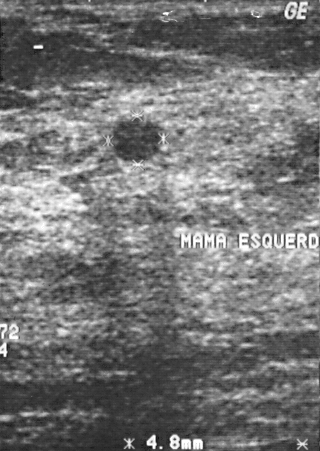
Acquired on GE Logiq 5 @10-12MHz. Breast ultrasound.
- biopsy or follow-up result: benign
- histopathology: fibrocystic changes
- BI-RADS assessment: 2